Breast sonogram.
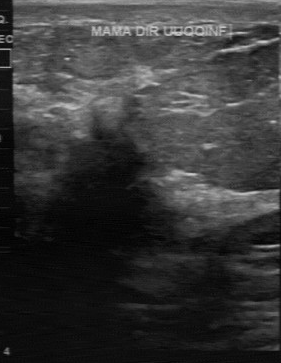
Finding: mass, malignant on biopsy or follow-up.